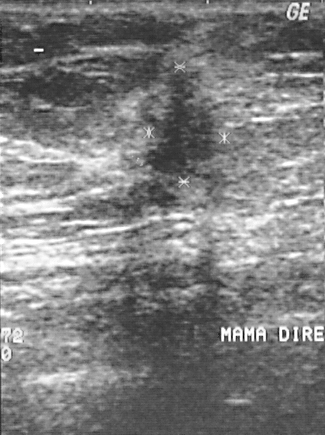
Imaging: breast ultrasound image.
Mass bounding box: top-left (131, 60), bottom-right (220, 179). The mass is malignant on biopsy or follow-up. BI-RADS 4.